B-mode breast ultrasound.
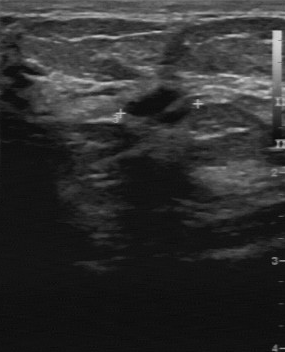
This B-mode breast ultrasound shows a lesion, benign on biopsy or follow-up.